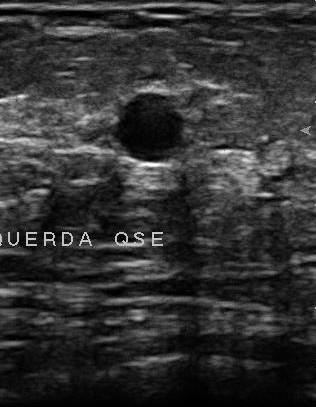
Breast US.
(coordinates in a 316x407 pixel frame) The breast lesion is located within the bounding box (113, 92) to (187, 163). The breast lesion is benign on biopsy or follow-up.